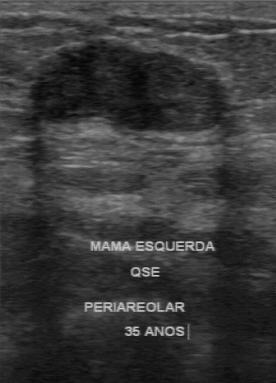
Breast ultrasound image.
- contour: regular
- calcifications: absent
- boundary: clear
- echo pattern: hypoechoic